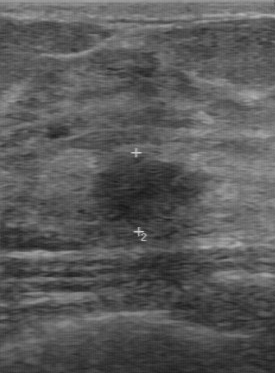
Modality: breast ultrasound.
The mass was assessed as BI-RADS 4 by the original reader. Findings on the second read (an independent reader): a hypoechoic mass, margin regular, boundary fairly clear. Calcifications: none. Pathology confirmed benign fibroadenoma.